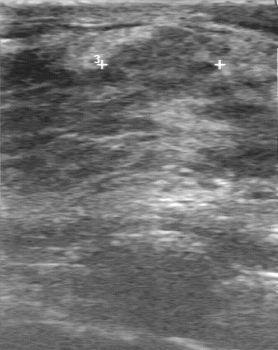
Imaging: breast ultrasound scan.
BI-RADS 3 in the original read. Findings on the second read (an independent reader): a slightly hypoechoic lesion, margin partially regular, boundary fairly clear. No calcifications are seen. Biopsy showed sclerosing adenosis, a benign finding.